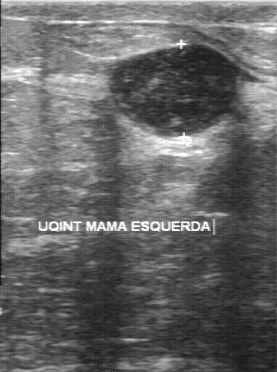
Breast sonogram.
BI-RADS (first reader): 4. The BI-RADS (second read) is 3.